Imaging: B-mode breast ultrasound.
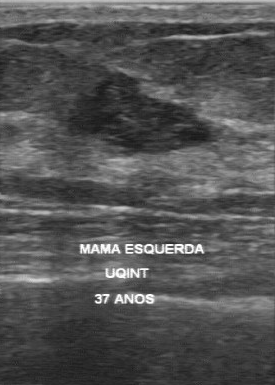
The original reader assigned BI-RADS 4. Findings on the second read (an independent reader): a hypoechoic lesion, margin partially regular, boundary somewhat unclear. Histopathology: fibroadenoma (benign).